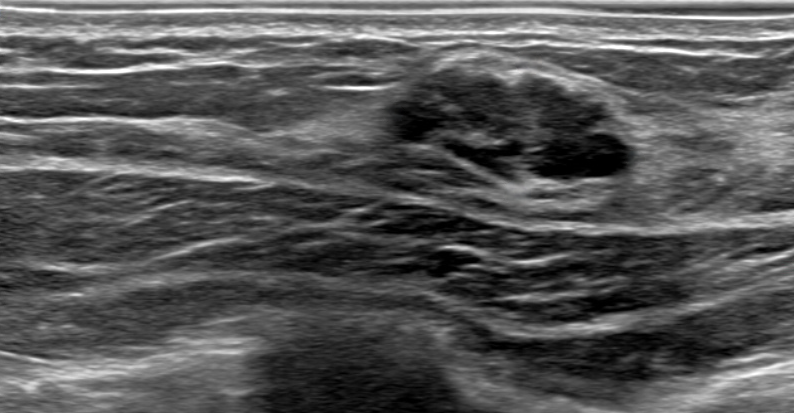
Background tissue composition: heterogeneous: predominantly fibroglandular. Breast ultrasound image. Age 30.
This breast ultrasound image shows a lesion, benign on biopsy or follow-up. BI-RADS 4B.